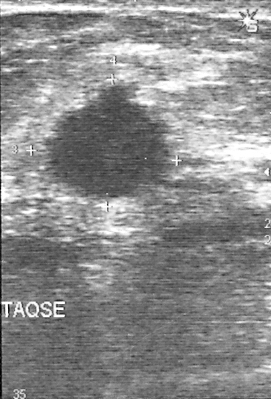
Modality: breast ultrasound image.
This breast ultrasound image shows a breast lesion with biopsy or follow-up result: malignant, BI-RADS category: 4.